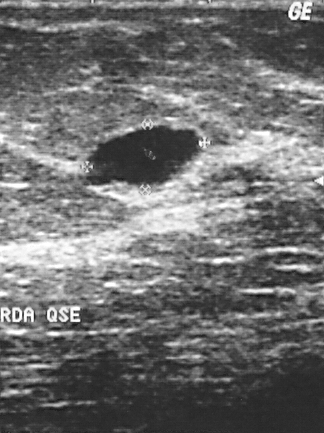
Modality: breast sonogram.
The biopsy result is cyst. BI-RADS category: 2.